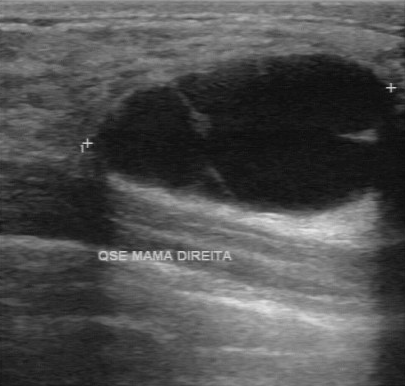
Scanner: GE Logiq 7 @10-14MHz. Modality: breast ultrasound image.
This breast ultrasound image shows a mass, benign on biopsy or follow-up.